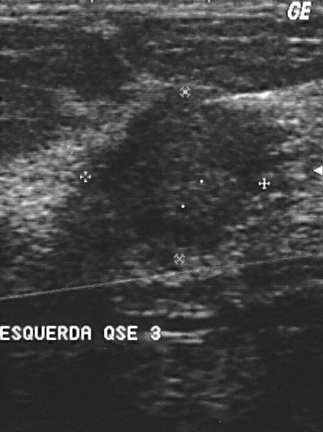
Imaging: breast ultrasound. Acquired on GE Logiq 5 @10-12MHz.
BI-RADS category 4. Biopsy or follow-up result: malignant. Pathology confirmed invasive ductal carcinoma.